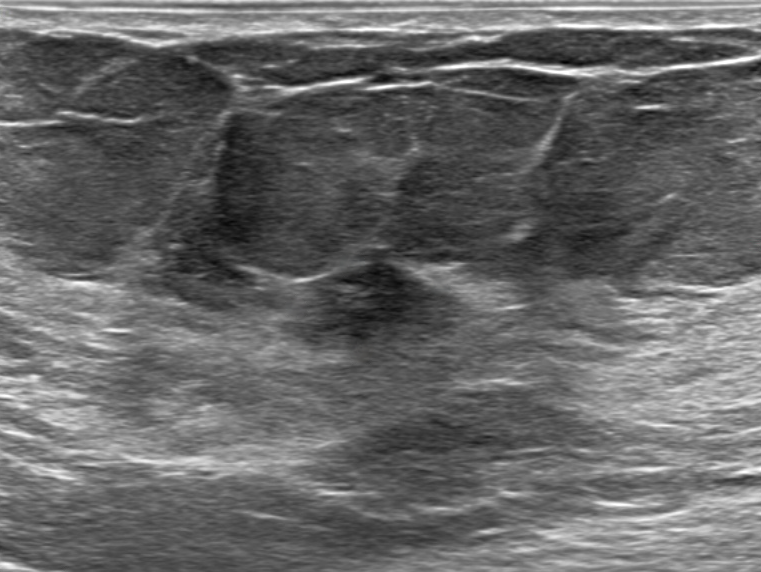
B-mode breast ultrasound.
BI-RADS category 4C.
Biopsy result: Invasive lobular carcinoma.
Biopsy or follow-up result: malignant.
The finding is irregular in shape.
No posterior acoustic features are seen.
No skin thickening is seen.
Margins are not circumscribed, with indistinct features.
There is no echogenic halo.
No calcifications are seen.
The finding is heterogeneous.